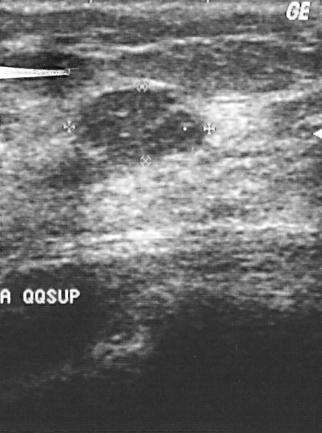
Modality: breast ultrasound image.
The breast lesion demonstrates BI-RADS category: 2.